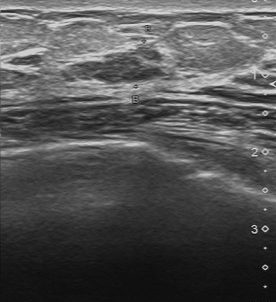
Modality: breast ultrasound image.
FINDINGS: Boundary: fairly clear. Calcifications: absent. Echogenicity: slightly hypoechoic. Contour: partially regular. Outcome on biopsy or follow-up: benign. Biopsy result: fibroadenoma.
OUTCOME ON BIOPSY OR FOLLOW-UP: benign.